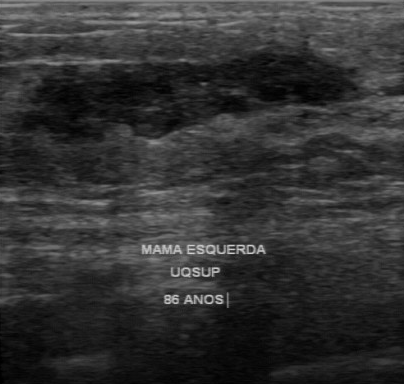
Breast ultrasound scan.
Breast ultrasound scan findings:
- internal echoes: mixed cystic and solid
- original BI-RADS: 4
- BI-RADS on independent re-read: 3
- margin: regular
- boundary: clear
- calcifications: none